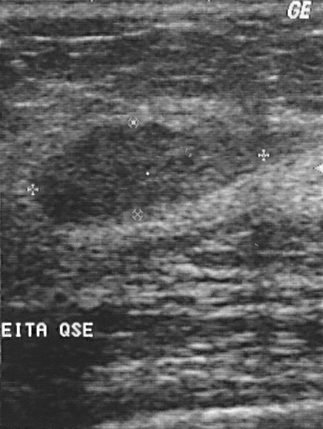
Imaging: breast ultrasound.
- BI-RADS: 2
- biopsy or follow-up result: benign